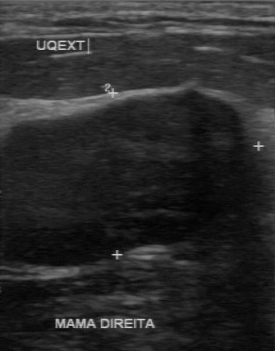
Modality: breast sonogram.
A finding is seen with clear boundary, second-reader BI-RADS: 3, calcifications: absent.